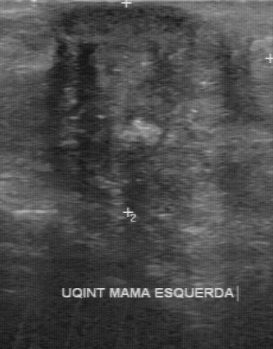
Imaging: B-mode breast ultrasound.
BI-RADS 4 in the original read.
The following findings are from a second reader, independent of the original assessment.
The margin is irregular.
Its boundary is unclear.
Internally the breast lesion is heterogeneous.
Calcifications: multiple calcifications.
The biopsy result was invasive ductal carcinoma; the breast lesion is malignant.